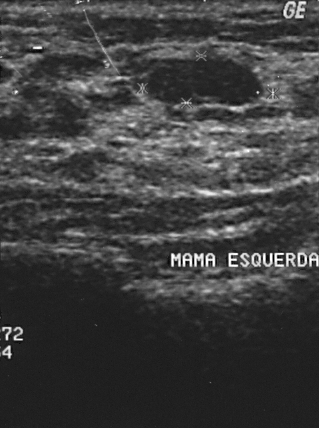
Modality: breast ultrasound image.
Breast ultrasound image findings:
- histopathology: fibroadenoma
- outcome on biopsy or follow-up: benign
- BI-RADS: 2